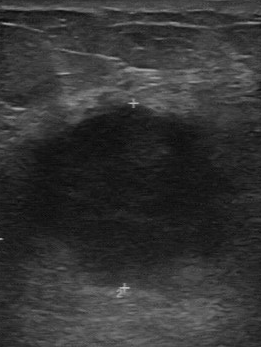
Acquired on GE Logiq 7 @10-14MHz. Imaging: breast sonogram.
The original reader assigned BI-RADS 4. Findings on the second read (an independent reader): a hypoechoic breast lesion, margin irregular, boundary unclear. No calcifications are seen. Biopsy showed invasive ductal carcinoma, a malignant finding.